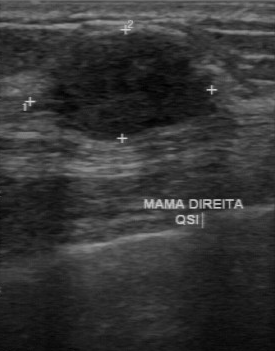
Modality: breast ultrasound image.
FINDINGS: BI-RADS: 4.
OUTCOME ON BIOPSY OR FOLLOW-UP: malignant.